Acquired on GE Logiq 5 @10-12MHz. B-mode breast ultrasound.
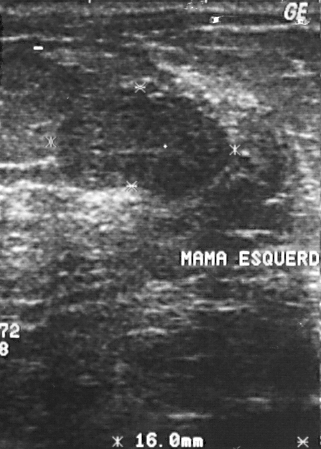
This B-mode breast ultrasound shows a mass. Assessment: BI-RADS 2. Pathology confirmed benign fibroadenoma.